Scanner: GE Logiq 5 @10-12MHz. Modality: breast ultrasound.
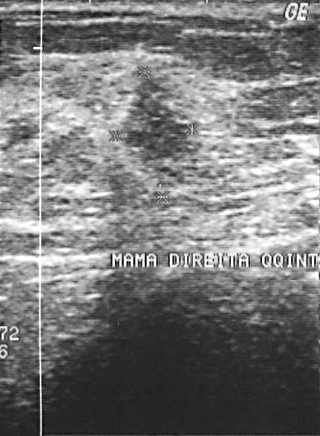
(coordinates in a 320x436 pixel frame) Lesion region of interest: x1=114, y1=67, x2=203, y2=191.